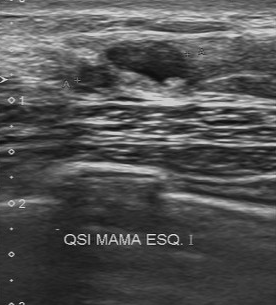
Breast ultrasound scan.
Coordinates are pixels in the 276x305 image. Segment the lesion: bounding box [78, 40, 189, 88]. The lesion is benign on biopsy or follow-up. BI-RADS 4.